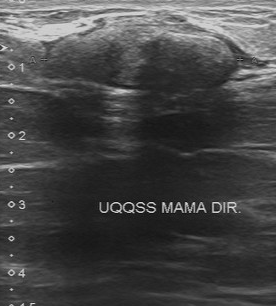
Modality: breast ultrasound scan.
The finding demonstrates BI-RADS: 4.